Imaging: breast US.
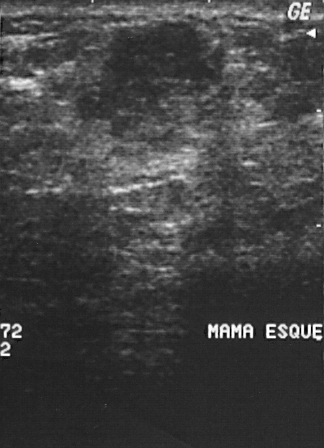
The mass is malignant on biopsy or follow-up.